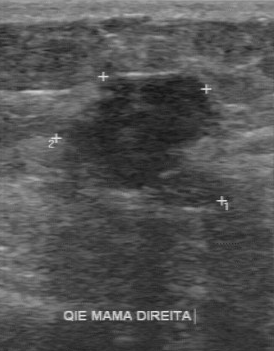
Modality: breast ultrasound.
- echo pattern: hypoechoic
- outcome on biopsy or follow-up: benign
- boundary: clear
- independent BI-RADS assessment: 3
- lesion margin: regular
- BI-RADS (first reader): 4